Acquired on GE Logiq 5 @10-12MHz. B-mode breast ultrasound.
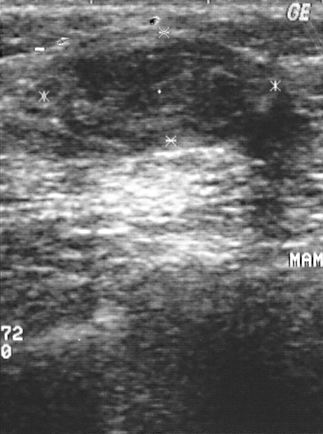
- biopsy or follow-up result: benign
- pathology: fibroadenoma
- BI-RADS category: 2